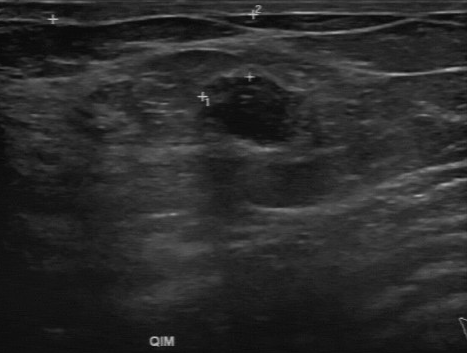
Acquired on GE Logiq 7 @10-14MHz. Breast sonogram.
Lesion bounding box: x1=203, y1=77, x2=290, y2=140.